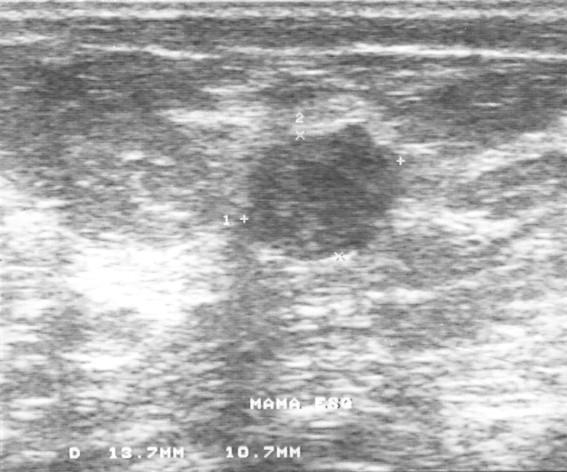
Modality: B-mode breast ultrasound.
This B-mode breast ultrasound shows a finding, benign on biopsy or follow-up. (BI-RADS category 3.)